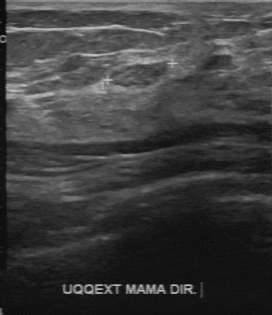
Imaging: breast ultrasound image.
The breast lesion is benign on biopsy or follow-up.